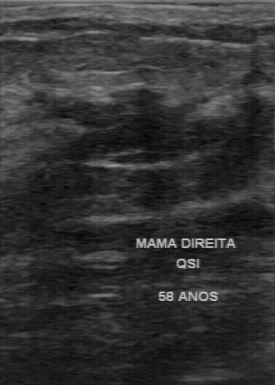
Modality: breast US.
BI-RADS 4 in the original read; on a second read the margin is partially regular, the boundary somewhat unclear and the lesion hypoechoic. Biopsy showed fibroadenoma, a benign finding.